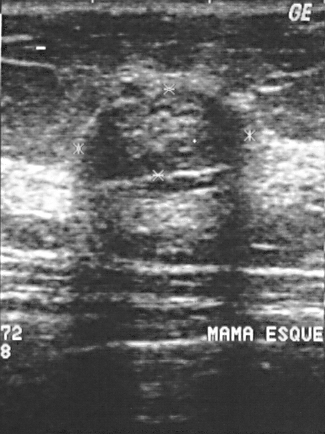
Imaging: B-mode breast ultrasound.
The lesion is assessed as BI-RADS 2. Pathology confirmed fibrocystic changes. Outcome on biopsy or follow-up: benign.